Breast ultrasound.
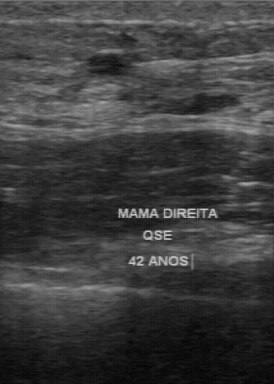
- biopsy or follow-up result: benign
- echo pattern: hypoechoic
- lesion margin: regular
- calcifications: none
- lesion boundary: clear